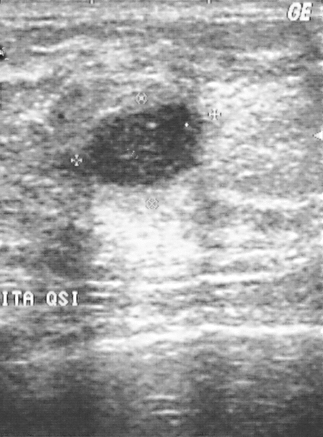
Modality: breast ultrasound scan.
The biopsy result was cyst; the breast lesion is benign.
Assigned BI-RADS 2.